Imaging: breast ultrasound.
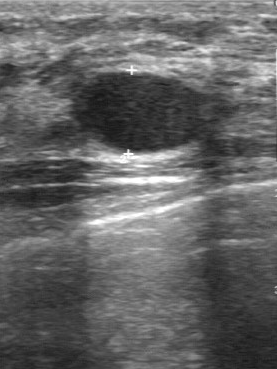
(coordinates in a 277x369 pixel frame) The lesion is located within the bounding box 74 71 200 151.